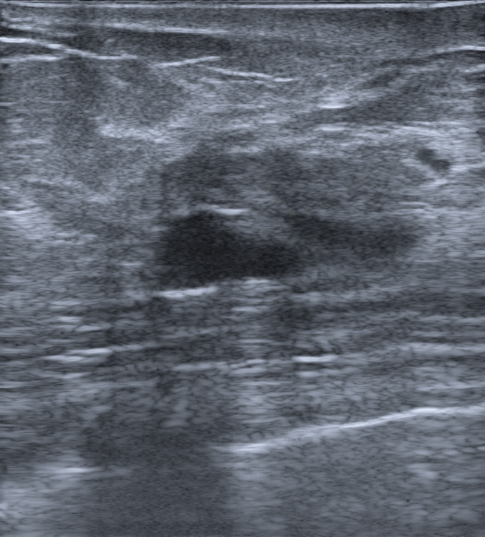
Imaging: breast ultrasound scan. 48-year-old patient.
The lesion margin is circumscribed. The biopsy result is Usual ductal hyperplasia (UDH); Fibrocystic change. Verification is confirmed by biopsy. BI-RADS is 4A. Shape: oval. Confirmed outcome (biopsy or follow-up): benign. Echo pattern: complex cystic/solid. There is no skin thickening. There is no echogenic halo. The radiologic interpretation is Dysplasia; Fibroadenoma; Hamartoma.